Breast sonogram.
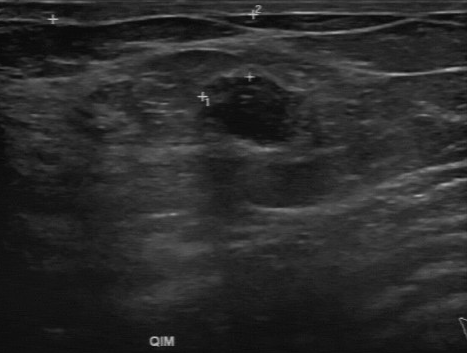
The lesion is benign on biopsy or follow-up.